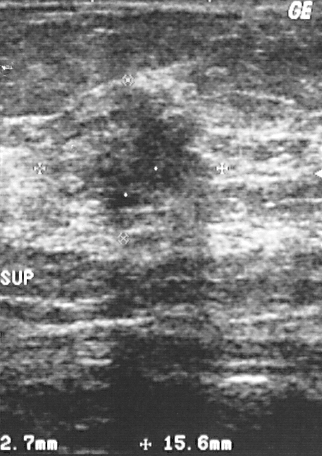
Modality: breast sonogram.
A finding is seen. It was assessed as BI-RADS 4. Pathology confirmed malignant invasive ductal carcinoma.